Breast ultrasound image.
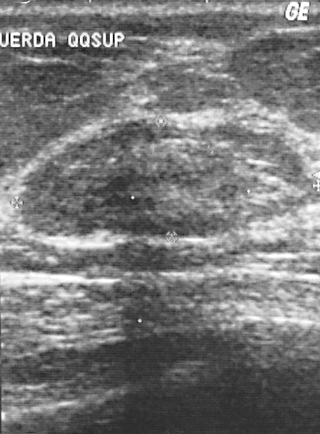
A breast lesion is seen. BI-RADS category 2. The biopsy result was fibrocystic changes; the breast lesion is benign.